Breast sonogram.
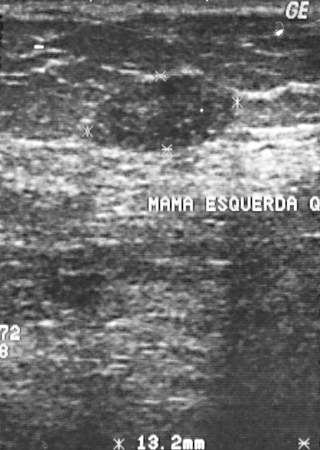
Outcome on biopsy or follow-up: benign.